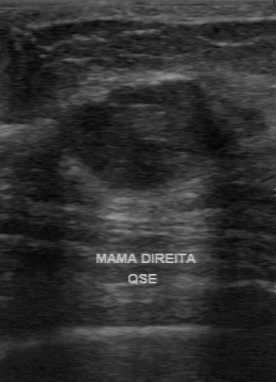
Acquired on GE Logiq 7 @10-14MHz. Imaging: breast sonogram.
Original BI-RADS: 3. Confirmed outcome (biopsy or follow-up): benign. Lesion boundary: clear. Internal echoes: hypoechoic. Calcifications: absent. Independent BI-RADS assessment: 3.